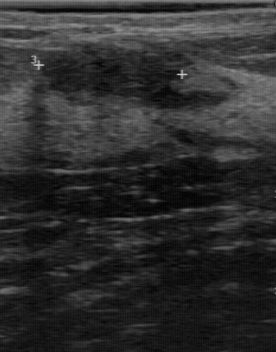
B-mode breast ultrasound.
The breast lesion demonstrates BI-RADS assessment: 2.